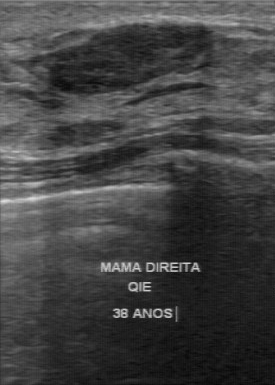
Breast ultrasound.
The original reader assigned BI-RADS 2. A second reader, independent of the original assessment, describes a hypoechoic breast lesion with a regular margin; the boundary is clear. There are no calcifications. The biopsy result was fibroadenoma; the breast lesion is benign.